Scanner: GE Logiq 7 @10-14MHz. Modality: B-mode breast ultrasound.
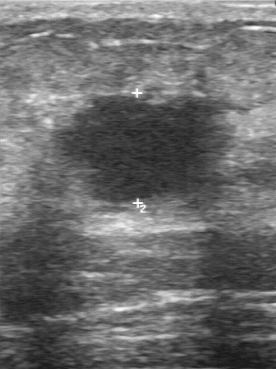
The breast lesion was categorized BI-RADS 5 in the original read. Descriptors from an independent second read (not the reader who assigned the category): Margin: irregular. Boundary: unclear. Internally the breast lesion is hypoechoic. Calcifications: none. Biopsy showed invasive ductal carcinoma, a malignant finding.